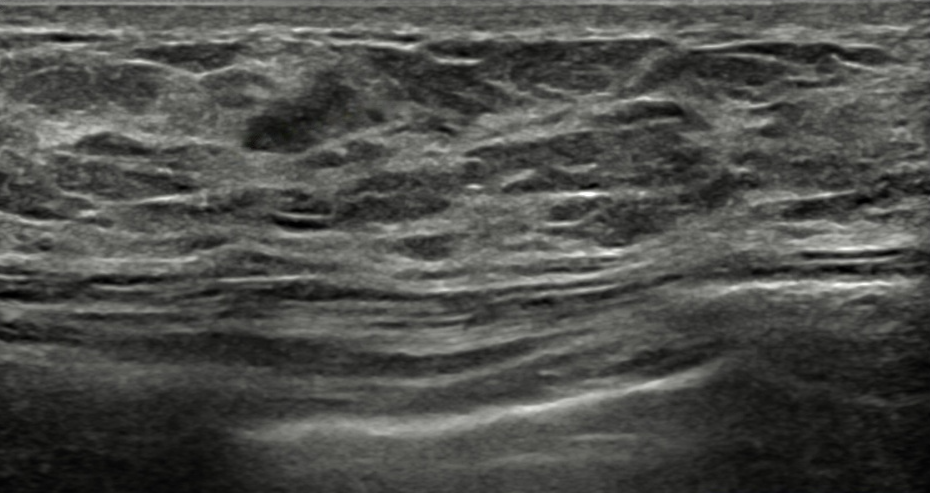
Modality: breast ultrasound.
Shape: irregular.
Margin: circumscribed.
Echogenicity: isoechoic.
No posterior acoustic features are seen.
Echogenic halo: absent.
No calcifications are seen.
Skin thickening: none.
Biopsy result: Fibroadenoma.
The breast lesion is assessed as BI-RADS 3.